57-year-old patient. Breast ultrasound image.
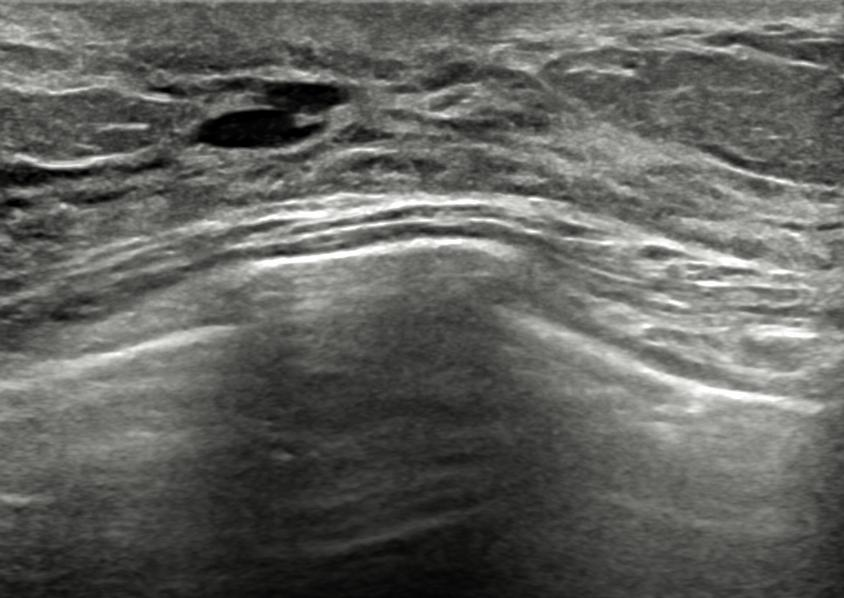
The BI-RADS assessment is 2. There are no calcifications. Posterior acoustic features: none. Echotexture: anechoic. Radiologic interpretation: Mammary duct ectasia. Shape: oval. Verification is confirmed by follow-up care. There is no echogenic halo. There is no skin thickening. The lesion margin is circumscribed.